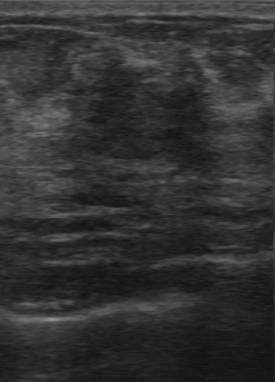
Imaging: breast US.
The original reader assigned BI-RADS 3. A second, independent read describes the breast lesion as follows. The breast lesion has an irregular margin. The lesion boundary is unclear. The breast lesion is slightly hypoechoic. There are no calcifications. Histopathology: fibrocystic changes (benign).